Imaging: breast sonogram.
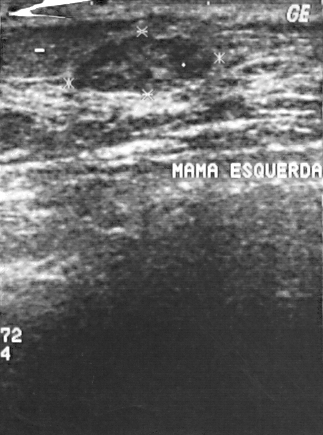
The BI-RADS is 2. The confirmed outcome (biopsy or follow-up) is benign.